Modality: breast sonogram. Acquired on GE Logiq 5 @10-12MHz.
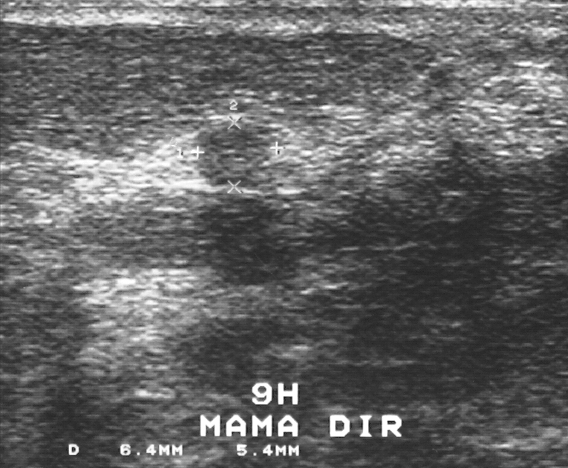
Coordinates are pixels in the 568x468 image. Lesion region of interest: x1=194, y1=125, x2=270, y2=186. The lesion is benign on biopsy or follow-up.